Imaging: breast US. Scanner: GE Logiq 5 @10-12MHz.
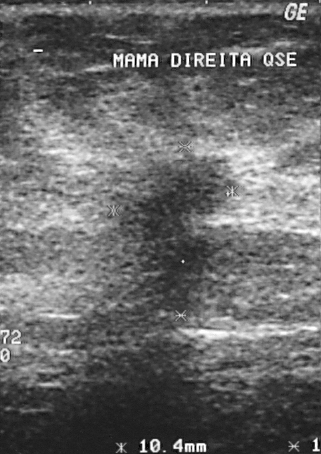
BI-RADS: 4. Biopsy or follow-up result: malignant.
OUTCOME ON BIOPSY OR FOLLOW-UP: malignant.